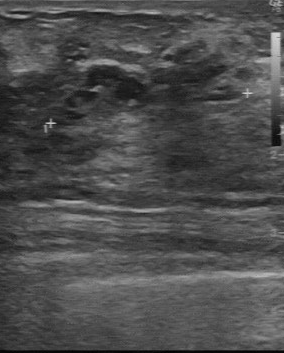
Breast ultrasound.
This breast ultrasound shows a finding with original BI-RADS: 3, BI-RADS (second read): 4A.